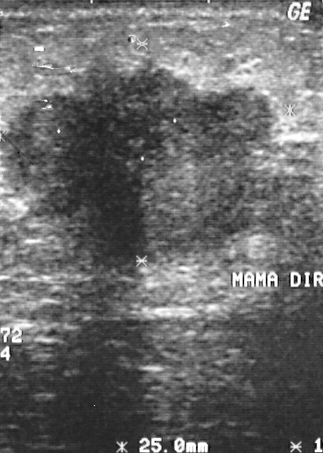
Breast sonogram.
This breast sonogram shows a finding. It was assessed as BI-RADS 5. The biopsy result was invasive ductal carcinoma; the finding is malignant.